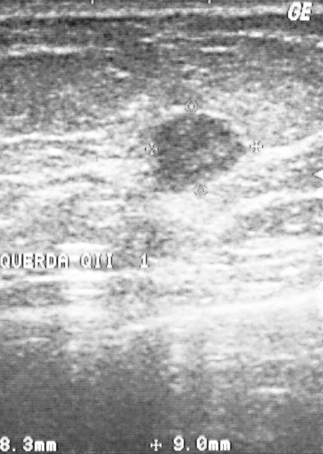
Modality: breast ultrasound scan.
A finding is seen. It was assessed as BI-RADS 3. The biopsy result was papillary carcinoma; the finding is malignant.